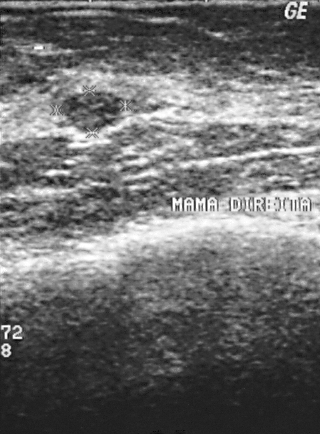
Acquired on GE Logiq 5 @10-12MHz. Modality: breast US.
Biopsy or follow-up result: benign. Biopsy showed cyst. BI-RADS assessment: 2.